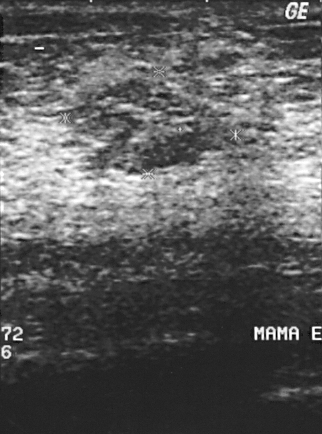
B-mode breast ultrasound.
Pixel coordinates (x1, y1, x2, y2): Segment the lesion: bounding box (68, 77) to (227, 174). The lesion is benign on biopsy or follow-up.